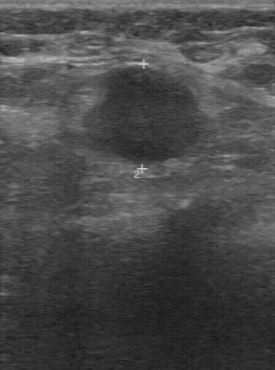
Imaging: breast ultrasound scan. Scanner: GE Logiq 7 @10-14MHz.
Original-read BI-RADS category: 4. The following findings are from a second reader, independent of the original assessment. The lesion has a regular margin. The lesion boundary is clear. Internally the lesion is hypoechoic. There are no calcifications. Biopsy showed lymphoma, a malignant finding.